Modality: breast sonogram. Scanner: GE Logiq 5 @10-12MHz.
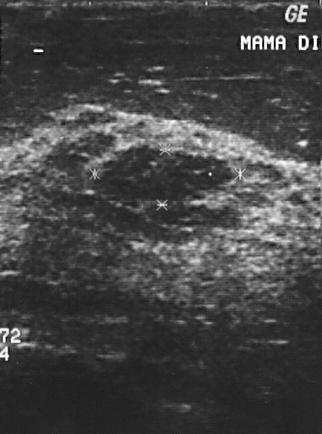
Pixel coordinates (x1, y1, x2, y2): Lesion bounding box: [100, 146, 232, 201]. The lesion is benign on biopsy or follow-up. BI-RADS 2.